Modality: breast ultrasound scan.
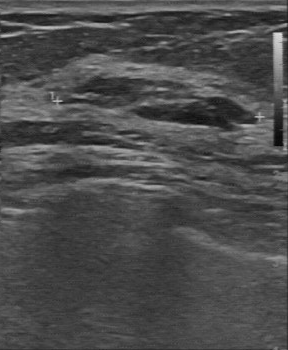
A mass is seen. BI-RADS category 2. Biopsy showed fibroadenoma, a benign finding.